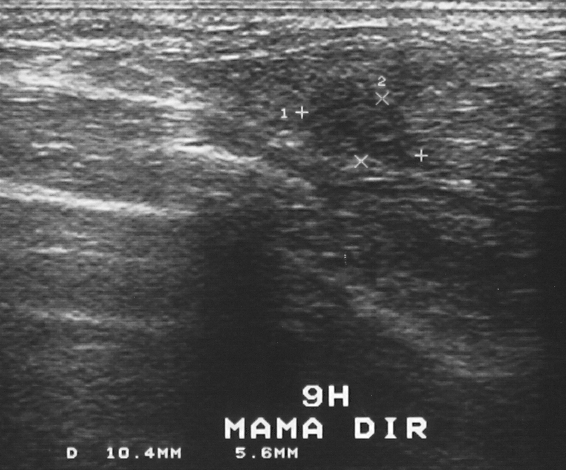
Acquired on GE Logiq 5 @10-12MHz. Breast ultrasound.
(coordinates in a 566x470 pixel frame) The lesion is located within the bounding box top-left (297, 77), bottom-right (417, 167). The lesion is benign on biopsy or follow-up. BI-RADS 4.